Breast ultrasound image.
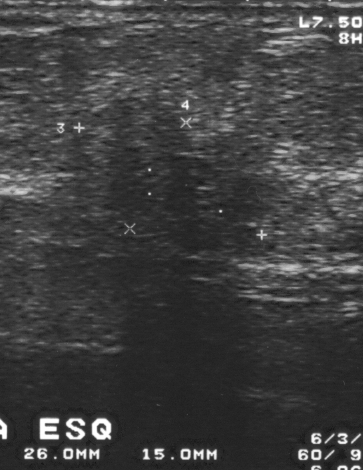
A mass is seen. Assessment: BI-RADS 4. The biopsy result was invasive ductal carcinoma; the mass is malignant.